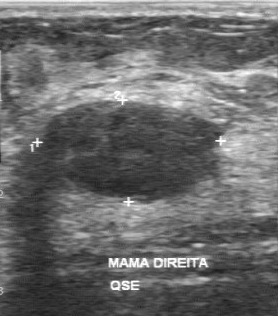
Breast sonogram.
This breast sonogram shows a finding with calcifications: absent, regular contour, clear boundary, hypoechoic internal echoes.